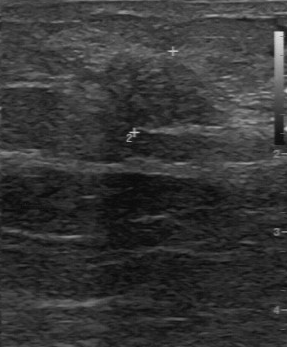
Imaging: breast US.
- echogenicity: slightly hypoechoic
- lesion margin: partially regular
- calcifications: absent
- histopathology: invasive lobular carcinoma
- outcome on biopsy or follow-up: malignant
- lesion boundary: somewhat unclear